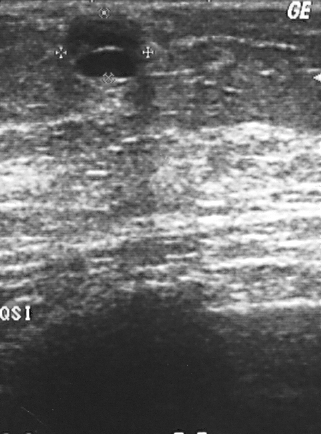
Imaging: breast ultrasound image.
Assigned BI-RADS 2. This finding proved benign on biopsy or follow-up. Biopsy showed cyst.